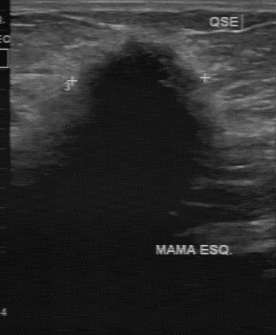
Acquired on GE Logiq 7 @10-14MHz. Breast US.
Coordinates are pixels in the 276x335 image. Breast lesion bounding box: [61, 37, 222, 174]. BI-RADS 4.